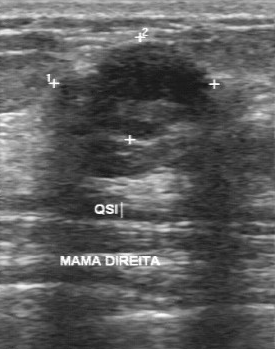
Modality: breast ultrasound scan. Acquired on GE Logiq 7 @10-14MHz.
Outcome on biopsy or follow-up: benign.